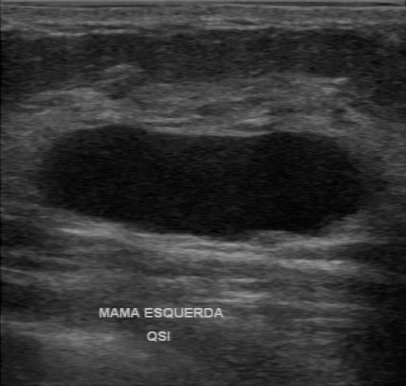
Modality: breast ultrasound image.
The internal echoes are hypoechoic. Second-reader BI-RADS is 3. Contour is regular. Lesion boundary is clear. There are no calcifications.